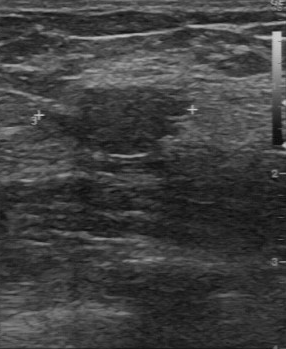
Imaging: breast sonogram.
Original-read BI-RADS category: 4. Descriptors from an independent second read (not the reader who assigned the category): Margin: partially regular. Boundary: fairly clear. The finding is slightly hypoechoic. Calcifications: none. The biopsy result was fibroadenoma; the finding is benign.